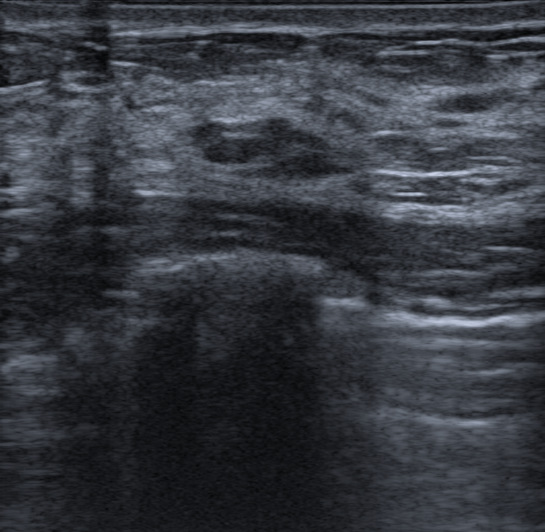
Imaging: breast sonogram.
Skin thickening: none. No calcifications are seen. Posterior features: none. Echogenic halo: absent. The finding has a circumscribed margin. Its echo pattern is heterogeneous. The finding appears oval. Radiologist's impression: Complex cyst / Non-simple cyst; Fibroadenoma. BI-RADS category 3. This finding proved benign on biopsy or follow-up.